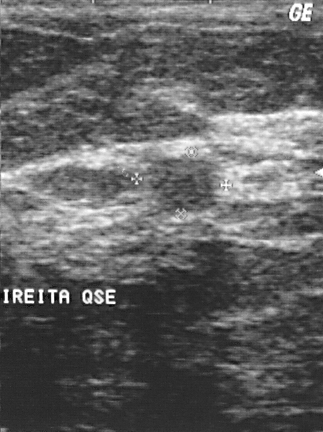
Modality: breast sonogram.
The breast lesion is benign on biopsy or follow-up. Assigned BI-RADS 2. Pathology confirmed fibroadenoma.